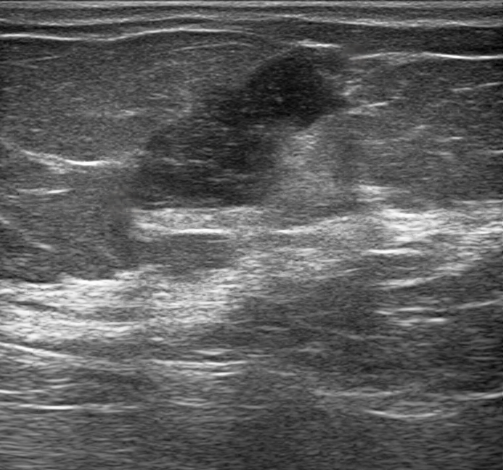
Patient age: 57. Modality: breast ultrasound image.
This breast ultrasound image shows a finding with histopathology: Invasive carcinoma of no special type (NST), irregular lesion shape, posterior features: enhancement, BI-RADS assessment: 4C, heterogeneous echotexture, confirmed outcome (biopsy or follow-up): malignant, skin thickening: absent.